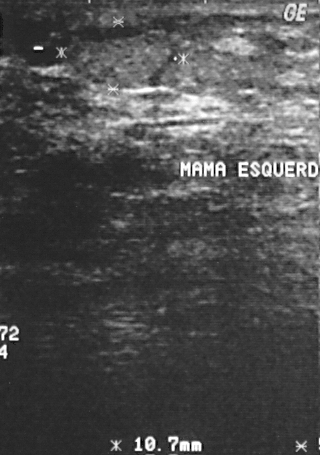
Modality: breast ultrasound scan.
The finding is benign on biopsy or follow-up. BI-RADS 3.